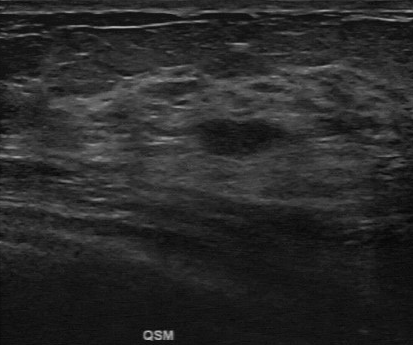
Scanner: GE Logiq 7 @10-14MHz. Imaging: breast US.
A breast lesion is seen with hypoechoic echo pattern, regular margin, calcifications: absent, independent BI-RADS assessment: 3, BI-RADS (first reader): 3.